Breast ultrasound scan. Acquired on Toshiba Aplio 300 @12-14 MHz.
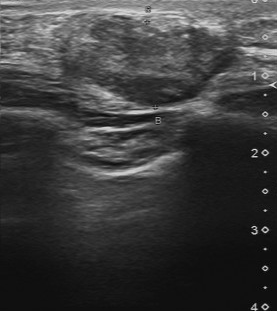
Margin: partially regular. Pathology is invasive ductal carcinoma. Boundary: somewhat unclear. Internal echoes are heterogeneous. Calcifications: suspected. Outcome on biopsy or follow-up: malignant.